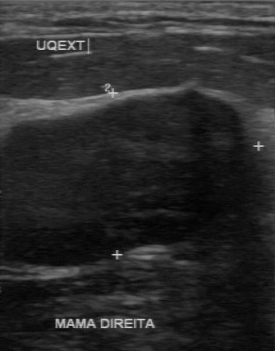
Imaging: breast ultrasound scan.
FINDINGS: Breast ultrasound scan. BI-RADS: 3.
OUTCOME ON BIOPSY OR FOLLOW-UP: benign.